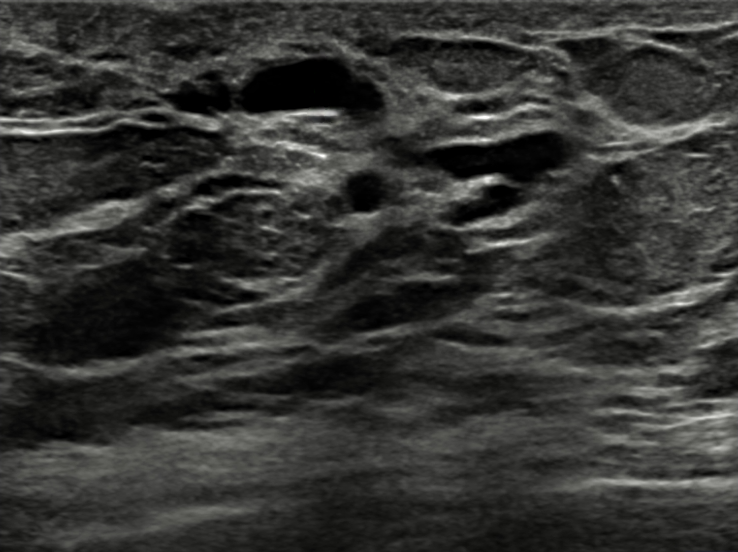
Modality: breast ultrasound image. Background tissue composition: heterogeneous: predominantly fat.
- lesion shape: oval
- skin thickening: none
- BI-RADS: 2
- echogenic halo: absent
- margin: circumscribed
- outcome on biopsy or follow-up: benign